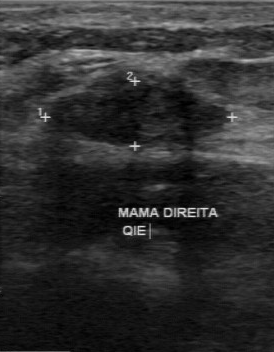
Scanner: GE Logiq 7 @10-14MHz. Imaging: breast sonogram.
Finding: breast lesion, benign on biopsy or follow-up. BI-RADS 3.